Breast ultrasound scan.
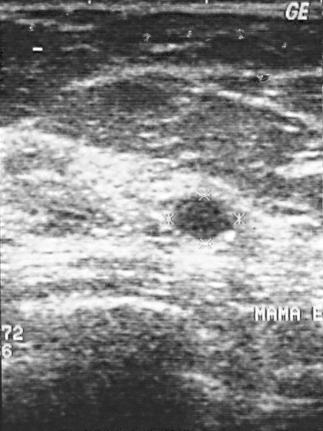
Assigned BI-RADS 2.
Histopathology: cyst (benign).
The lesion is benign on biopsy or follow-up.